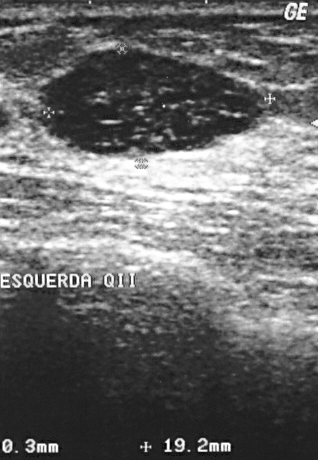
Scanner: GE Logiq 5 @10-12MHz. Modality: B-mode breast ultrasound.
This B-mode breast ultrasound shows a breast lesion with BI-RADS category: 2, outcome on biopsy or follow-up: benign.